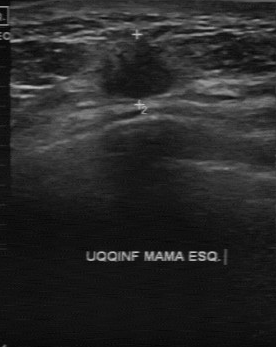
Imaging: breast sonogram.
The breast lesion demonstrates hypoechoic echo pattern, unclear lesion boundary, calcifications: absent, irregular lesion margin, outcome on biopsy or follow-up: malignant.